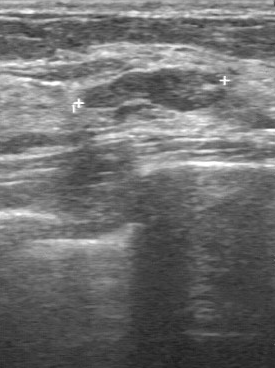
Scanner: GE Logiq 7 @10-14MHz. Modality: breast ultrasound.
Contour is partially regular. Calcifications are coarse calcifications. Boundary is clear. Internal echoes: slightly hypoechoic.